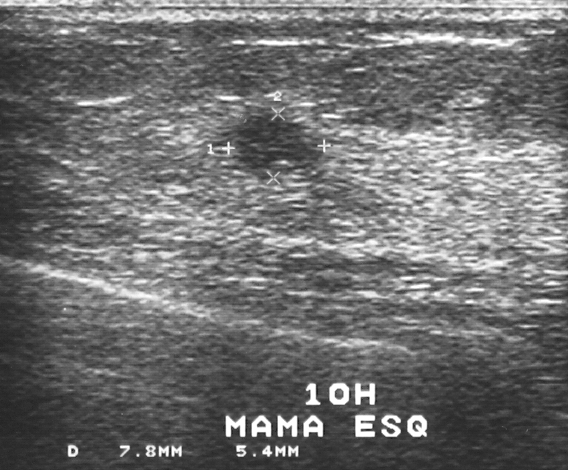
Breast ultrasound image.
A finding is seen with BI-RADS category: 3, outcome on biopsy or follow-up: malignant.